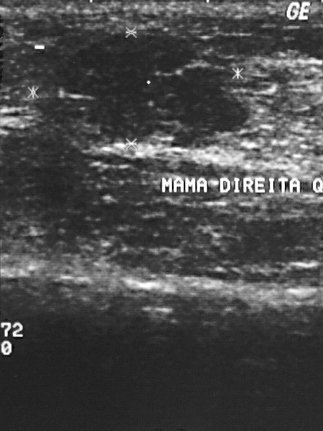
Modality: breast sonogram.
Pixel coordinates (x1, y1, x2, y2): Segment the finding: bounding box (41,33)-(248,144). BI-RADS 3.